Modality: breast ultrasound image.
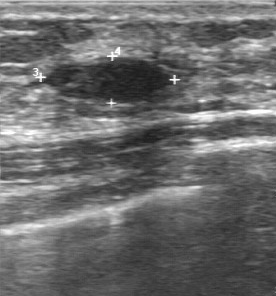
- BI-RADS category: 3
- histopathology: fibroadenoma